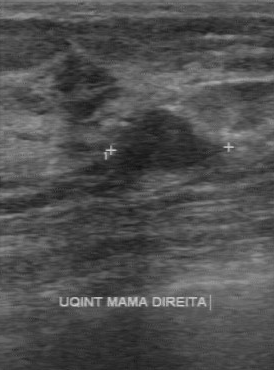
Acquired on GE Logiq 7 @10-14MHz. Imaging: breast US.
Original-read BI-RADS category: 4. On a second, independent read, a breast lesion with a regular margin and a clear boundary is seen; it is hypoechoic. There are no calcifications. Biopsy showed fibroadenoma, a benign finding.